Acquired on Toshiba Aplio 300 @12-14 MHz. Breast ultrasound image.
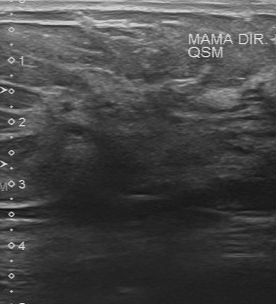
Breast ultrasound image findings:
- BI-RADS: 5